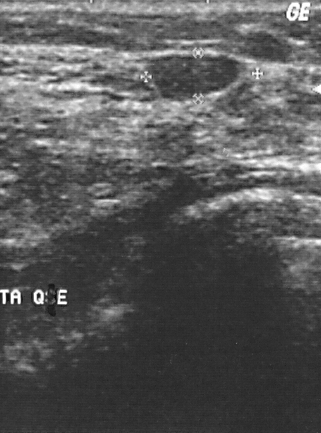
Breast US.
BI-RADS category 2. The biopsy result was fibroadenoma; the finding is benign. Biopsy or follow-up result: benign.